Breast ultrasound. Scanner: GE Logiq 5 @10-12MHz.
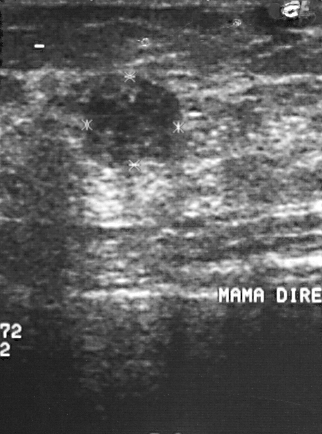
A mass is present on this breast ultrasound. BI-RADS category 4. Biopsy showed invasive ductal carcinoma, a malignant finding.